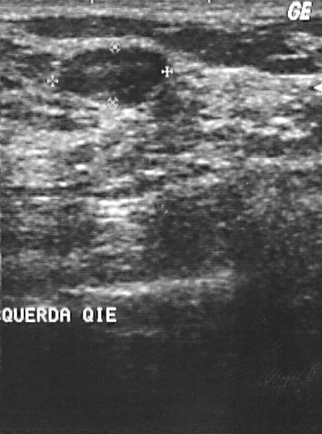
Breast US.
Pixel coordinates (x1, y1, x2, y2): Breast lesion bounding box: 60 48 167 105. The breast lesion is benign on biopsy or follow-up.